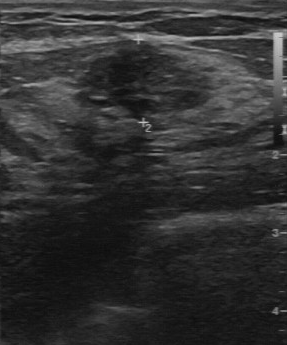
Scanner: GE Logiq 7 @10-14MHz. Breast ultrasound image.
(coordinates in a 287x345 pixel frame) Segment the lesion: bounding box x1=80, y1=44, x2=212, y2=122.